Modality: B-mode breast ultrasound.
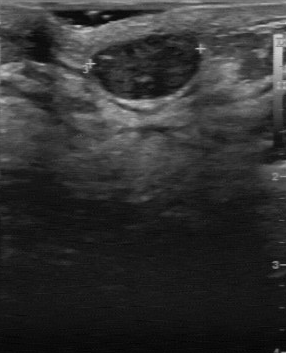
The mass was categorized BI-RADS 2 in the original read. On a second read by an independent reader: Margin: regular. Echo pattern: hypoechoic. No calcifications are seen. Its boundary is clear. Biopsy showed fibroadenoma, a benign finding.